Modality: breast ultrasound. 50-year-old patient.
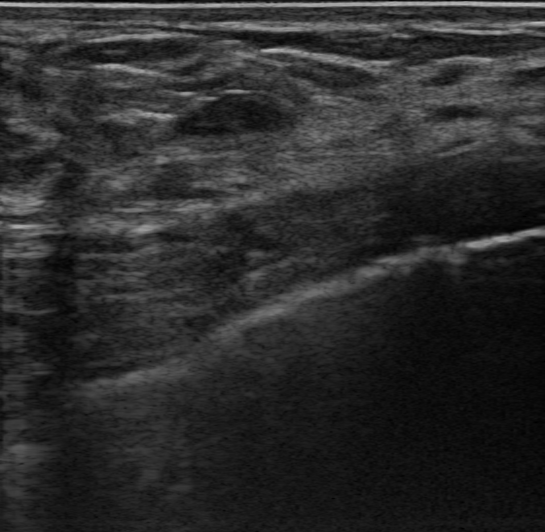
Findings: an oval lesion of hypoechoic echotexture with circumscribed margins. There are no posterior acoustic features. Echogenic halo: absent. There are no calcifications. BI-RADS assessment: 3; biopsy or follow-up result: benign. Differential on reading: Complex cyst / Non-simple cyst; Cyst filled with thick fluid; Fibroadenoma.